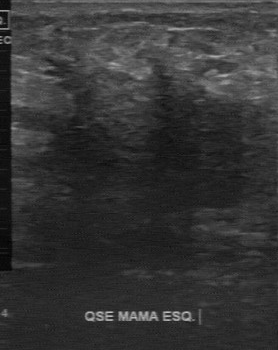
Breast US.
The BI-RADS is 5.